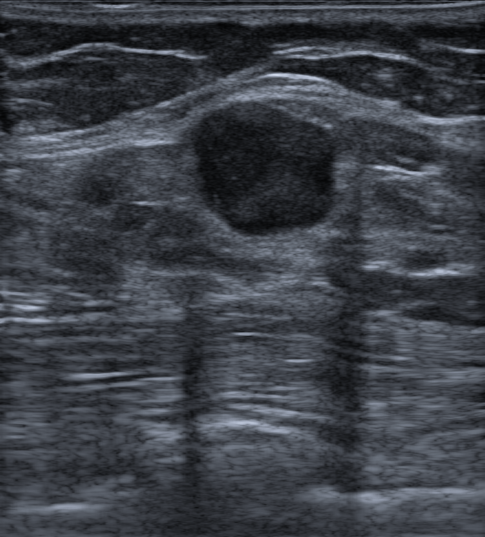
Background tissue composition: heterogeneous: predominantly fat. Breast US.
BI-RADS: 4B. Posterior features: absent. Lesion shape: oval. Verification: confirmed by biopsy. Skin thickening: none. Calcifications: none. Echo pattern: hypoechoic.
OUTCOME ON BIOPSY OR FOLLOW-UP: benign.